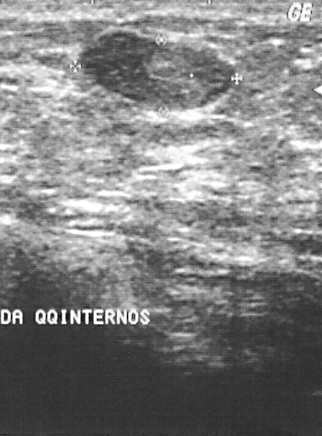
Imaging: B-mode breast ultrasound.
(coordinates in a 322x436 pixel frame) The breast lesion is located within the bounding box 79 30 233 112. The breast lesion is benign on biopsy or follow-up.